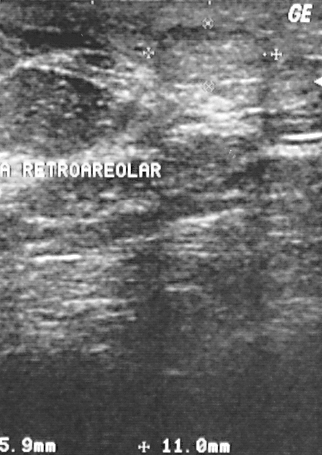
Modality: breast ultrasound.
Outcome on biopsy or follow-up: benign.